Breast sonogram.
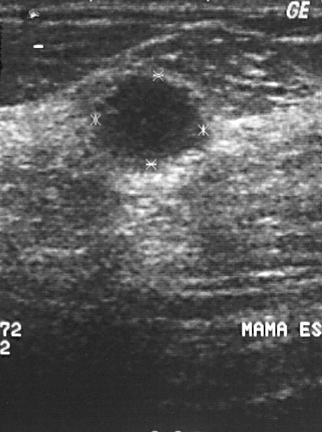
The finding occupies approximately x1=89, y1=71, x2=213, y2=164. BI-RADS 4.